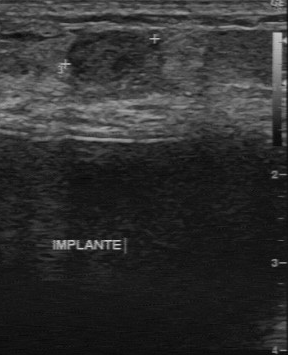
Modality: breast sonogram.
Biopsy or follow-up result: benign.